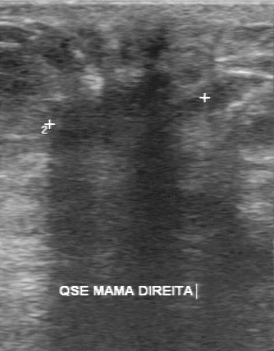
Imaging: breast US. Scanner: GE Logiq 7 @10-14MHz.
FINDINGS: Breast US. Lesion margin: irregular. BI-RADS (second read): 4B. Boundary: unclear. Echo pattern: heterogeneous.